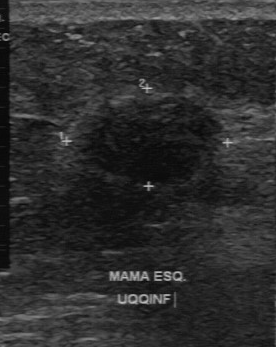
Modality: breast ultrasound scan. Acquired on GE Logiq 7 @10-14MHz.
Lesion characteristics:
- pathology: invasive ductal carcinoma
- BI-RADS: 4